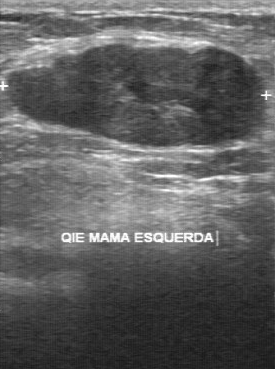
Imaging: breast sonogram.
A mass is seen with BI-RADS (first reader): 3, independent BI-RADS assessment: 4A.